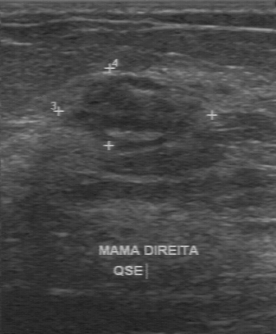
Imaging: breast ultrasound.
The original reader assigned BI-RADS 4. A second reader, independent of the original assessment, describes a slightly hypoechoic finding with a partially regular margin; the boundary is fairly clear. There are no calcifications. Pathology confirmed malignant invasive ductal carcinoma.